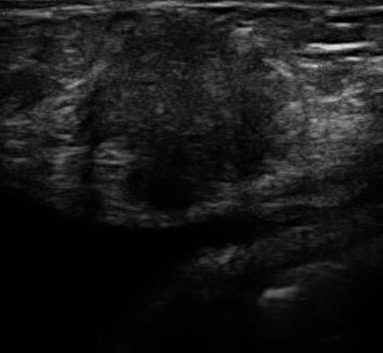
B-mode breast ultrasound.
The lesion was assessed as BI-RADS 5 by the original reader.
On a second read by an independent reader:
The margin is irregular.
Its boundary is unclear.
Internally the lesion is heterogeneous.
Calcifications: none.
Histopathology: invasive ductal carcinoma (malignant).